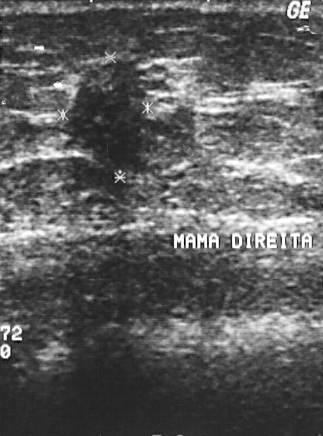
Breast ultrasound.
The lesion is assessed as BI-RADS 4. Biopsy showed invasive ductal carcinoma, a malignant finding. This lesion proved malignant on biopsy or follow-up.